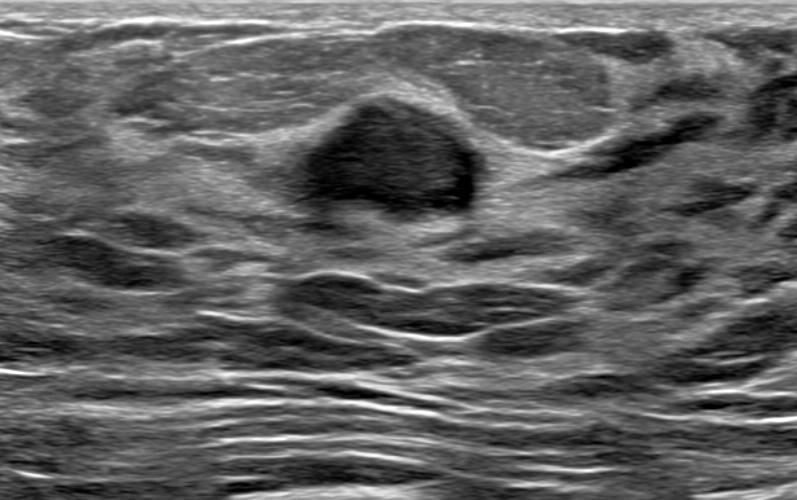
Imaging: breast ultrasound scan.
The breast lesion is oval and hypoechoic; its margin is circumscribed. There are no posterior acoustic features. Skin thickening: none. Echogenic halo: absent. BI-RADS 3; benign on biopsy or follow-up. Radiologist's impression: Fibroadenoma; Cyst filled with thick fluid.